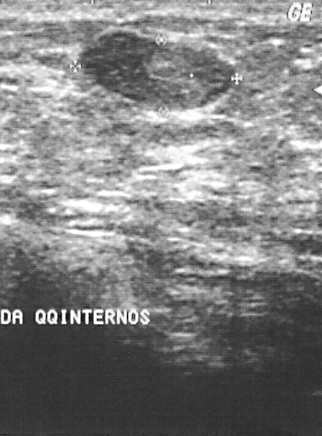
Acquired on GE Logiq 5 @10-12MHz. Modality: breast ultrasound scan.
Biopsy or follow-up result: benign.
The breast lesion is assessed as BI-RADS 2.
Biopsy showed fibroadenoma, a benign finding.